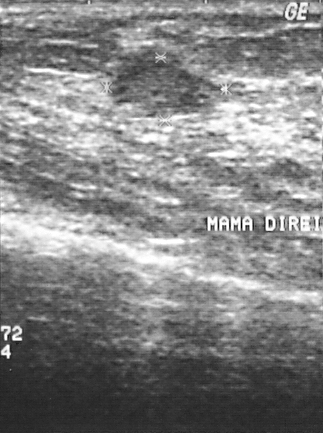
Modality: breast US.
- histopathology: sclerosing adenosis
- BI-RADS category: 3
- confirmed outcome (biopsy or follow-up): benign